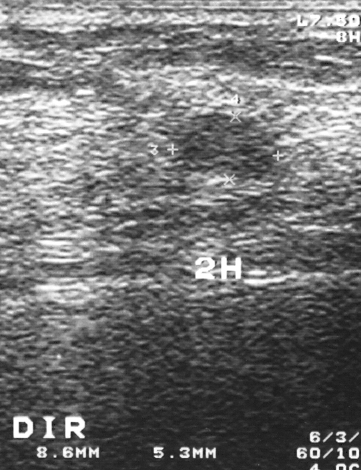
Imaging: breast ultrasound scan.
A finding is present on this breast ultrasound scan. Assessment: BI-RADS 3. Biopsy showed fibroadenoma, a benign finding.